Breast ultrasound scan. Acquired on GE Logiq 7 @10-14MHz.
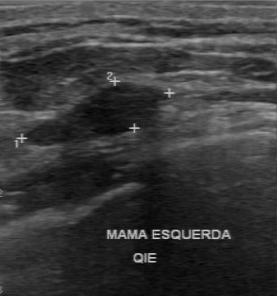
Pixel coordinates (x1, y1, x2, y2): Lesion bounding box: (29,82)-(161,146). BI-RADS 2.